Modality: breast ultrasound image.
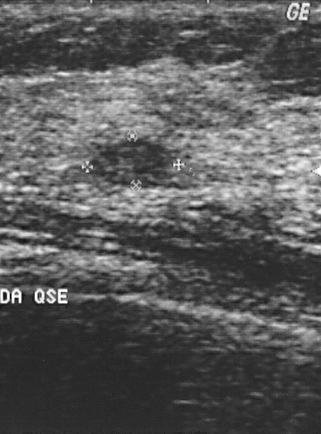
BI-RADS assessment is 2. The outcome on biopsy or follow-up is benign. Pathology is fibroadenoma.